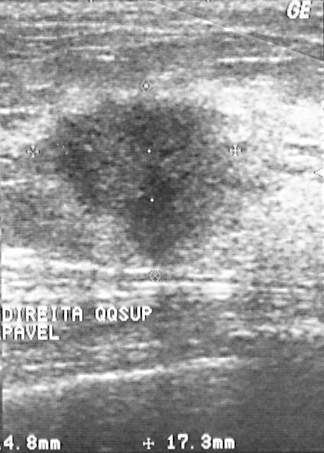
Breast ultrasound.
The lesion is assessed as BI-RADS 4. Histopathology: invasive ductal carcinoma (malignant).